Modality: breast ultrasound image.
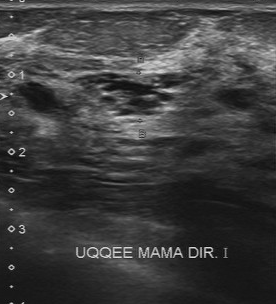
Mass: benign on biopsy or follow-up.